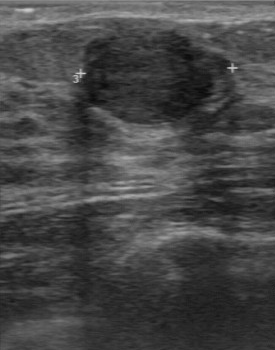
Breast ultrasound image.
A mass is seen with calcifications: none, pathology: fibroadenoma, clear lesion boundary, regular contour, hypoechoic internal echoes, outcome on biopsy or follow-up: benign.